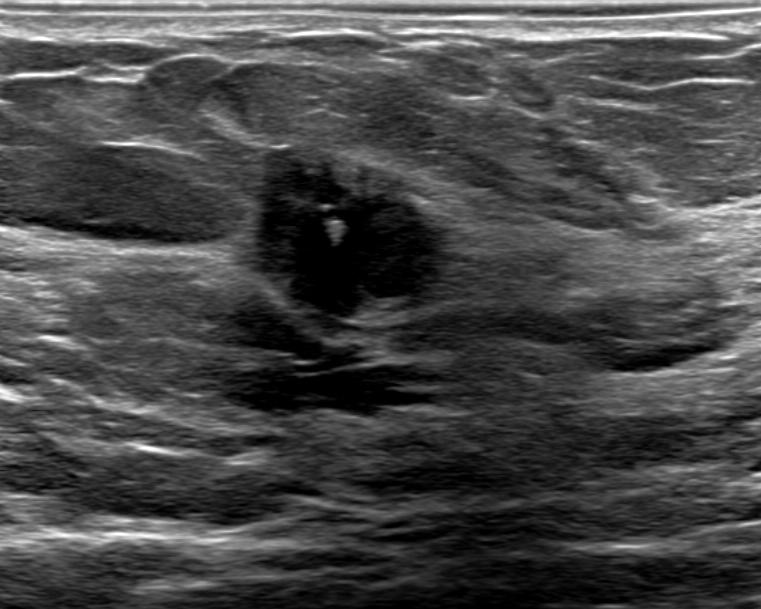
Imaging: breast ultrasound scan.
Radiologic interpretation: Suspicion of malignancy. Posterior features: none. Verification: confirmed by biopsy. Echogenic halo: none. Calcifications: in a mass. Borders: not circumscribed - microlobulated and indistinct. Shape: irregular. Echo pattern: hypoechoic. Confirmed outcome (biopsy or follow-up): malignant. BI-RADS assessment: 5.
OUTCOME ON BIOPSY OR FOLLOW-UP: malignant.